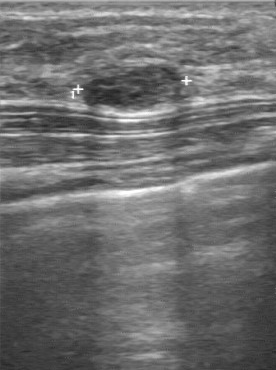
Scanner: GE Logiq 7 @10-14MHz. Modality: breast sonogram.
Echogenicity is hypoechoic. No calcifications are seen. The lesion boundary is clear. Lesion margin is regular.